Imaging: breast ultrasound scan.
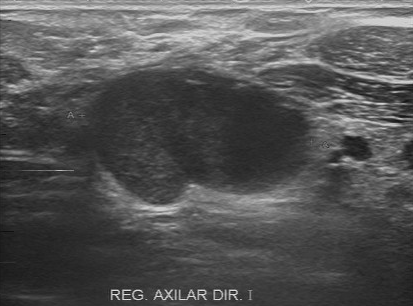
There are no calcifications. The independent BI-RADS assessment is 4A. The echogenicity is hypoechoic. Lesion margin is partially regular.